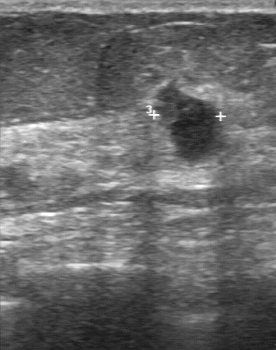
Modality: breast ultrasound image.
Lesion margin is partially regular. Echo pattern: hypoechoic. BI-RADS on independent re-read: 3. There are no calcifications. Lesion boundary: fairly clear.